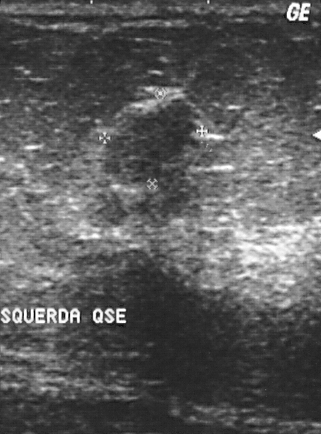
Modality: breast US.
(coordinates in a 321x434 pixel frame) Segment the finding: bounding box 138 100 193 158. The finding is benign on biopsy or follow-up.